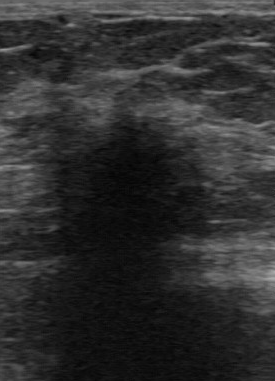
Breast ultrasound scan.
BI-RADS 5 in the original read.
On a second read by an independent reader:
Margin: irregular.
Internally the breast lesion is hypoechoic.
Calcifications: none.
Its boundary is unclear.
Histopathology: invasive ductal carcinoma (malignant).